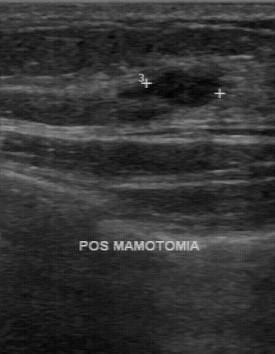
Breast ultrasound image.
A lesion is seen with clear boundary, calcifications: absent, pathology: sclerosing adenosis, regular lesion margin, hypoechoic internal echoes.